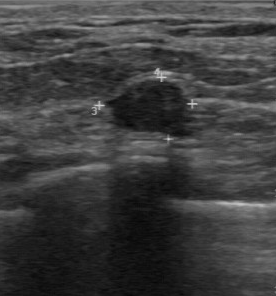
Breast sonogram.
Calcifications: absent. Biopsy or follow-up result: benign. Echogenicity: hypoechoic. Lesion boundary: clear. Histopathology: fibroadenoma. Lesion margin: regular.